Modality: B-mode breast ultrasound.
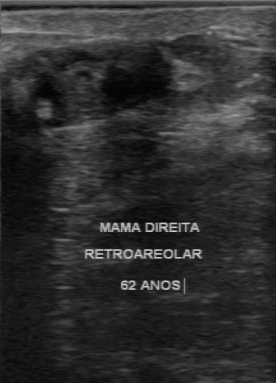
Independent BI-RADS assessment: 4A. Calcifications: absent. Echogenicity: heterogeneous. Pathology: invasive ductal carcinoma.
OUTCOME ON BIOPSY OR FOLLOW-UP: malignant.